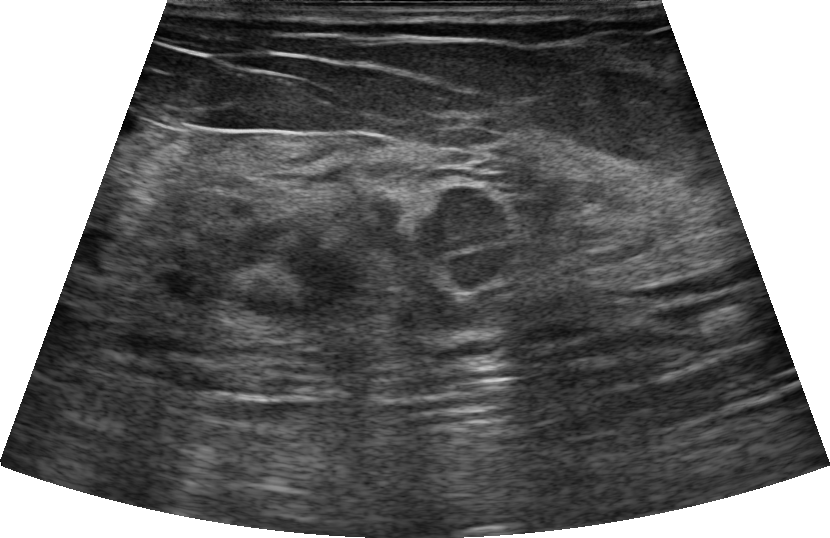
Background tissue composition: heterogeneous: predominantly fibroglandular. Imaging: B-mode breast ultrasound.
The lesion is irregular and hypoechoic; its margin is not circumscribed (microlobulated). There are no posterior features. BI-RADS 4B; malignant on biopsy or follow-up. Radiologic interpretation: Suspicion of malignancy; Dysplasia; Duct filled with thick fluid; Mammary duct ectasia; Intraductal papilloma. Biopsy result: Invasive micropapillary carcinoma.